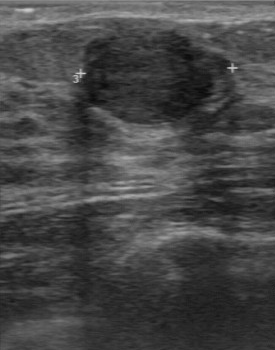
Modality: breast ultrasound scan.
Biopsy or follow-up result: benign. (BI-RADS category 2.)